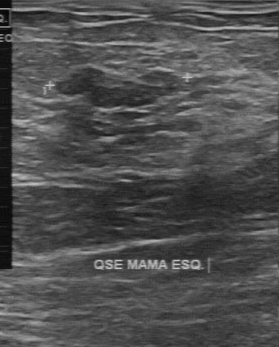
Modality: breast ultrasound.
The mass was categorized BI-RADS 3 in the original read. On a second, independent read, a mass with a partially regular margin and a fairly clear boundary is seen; it is slightly hypoechoic. Pathology confirmed benign fibroadenoma.